Modality: breast ultrasound image. Scanner: GE Logiq 5 @10-12MHz.
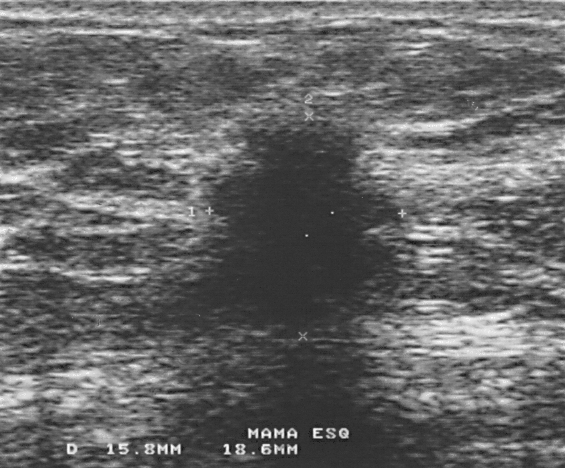
Coordinates are pixels in the 565x468 image. The breast lesion is located within the bounding box [199, 127, 404, 337]. The breast lesion is malignant on biopsy or follow-up.